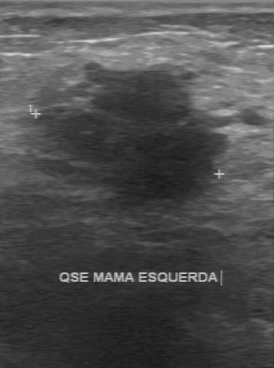
Modality: breast sonogram.
Coordinates are pixels in the 274x368 image. Lesion region of interest: x1=30, y1=62, x2=229, y2=206. The breast lesion is malignant on biopsy or follow-up. BI-RADS 4.